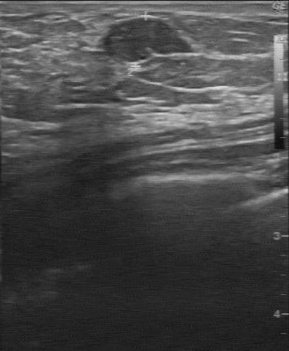
Modality: breast sonogram.
This breast sonogram shows a mass with biopsy result: sclerosing adenosis, BI-RADS (second read): 3.